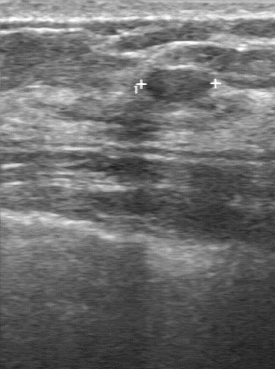
Imaging: breast ultrasound image.
BI-RADS 3 in the original read.
On a second read by an independent reader:
The margin is regular.
The lesion boundary is clear.
The lesion is slightly hypoechoic.
There are no calcifications.
The biopsy result was fibroadenoma; the lesion is benign.